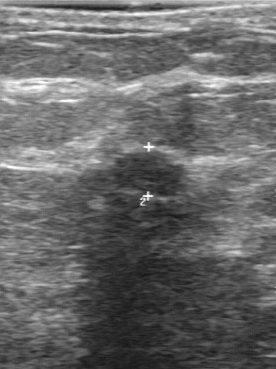
Imaging: breast ultrasound image. Scanner: GE Logiq 7 @10-14MHz.
The boundary is fairly clear. BI-RADS (first reader): 4. There are no calcifications. Second-reader BI-RADS: 2.